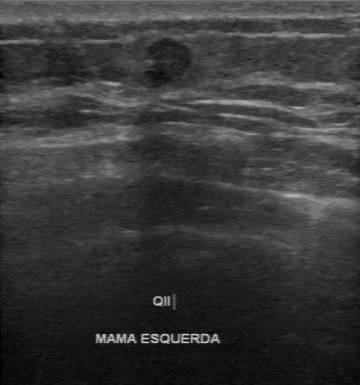
Acquired on GE Logiq 7 @10-14MHz. Modality: B-mode breast ultrasound.
Biopsy or follow-up result is malignant. The boundary is fairly clear. Calcifications are absent. Contour: partially regular. The BI-RADS on independent re-read is 3. Internal echoes: hypoechoic.